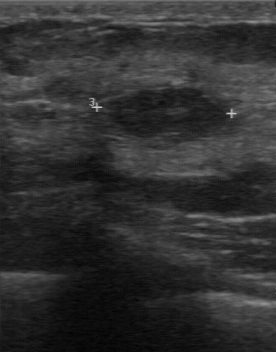
Imaging: breast US.
The mass was categorized BI-RADS 2 in the original read.
Descriptors from an independent second read (not the reader who assigned the category):
The mass has a regular margin.
Boundary: clear.
Echo pattern: hypoechoic.
No calcifications are seen.
Biopsy showed lipoma, a benign finding.